Imaging: breast sonogram.
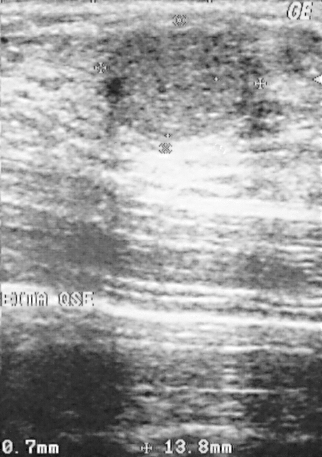
Biopsy showed fibroadenoma, a benign finding.
This finding proved benign on biopsy or follow-up.
The finding is assessed as BI-RADS 2.